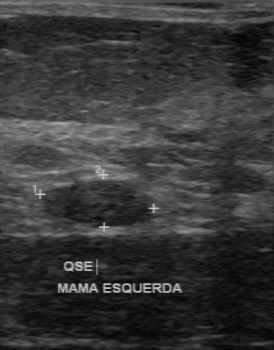
Scanner: GE Logiq 7 @10-14MHz. Breast sonogram.
Breast sonogram findings:
- BI-RADS category: 3